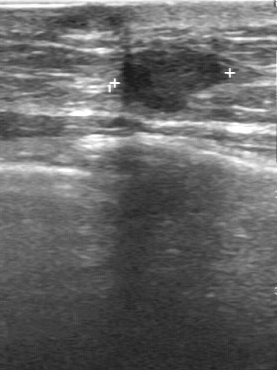
Breast sonogram.
Original-read BI-RADS category: 5. Findings on the second read (an independent reader): a hypoechoic finding, margin partially regular, boundary somewhat unclear. No calcifications are seen. Pathology confirmed malignant invasive ductal carcinoma.